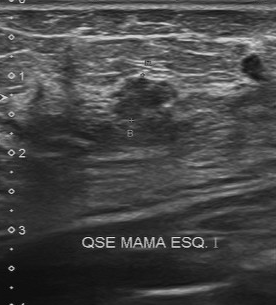
Acquired on Toshiba Aplio 300 @12-14 MHz. B-mode breast ultrasound.
Internal echoes: slightly hypoechoic. Calcifications are absent. The margin is partially regular. The lesion boundary is somewhat unclear.